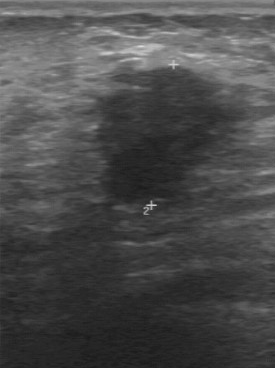
Acquired on GE Logiq 7 @10-14MHz. Modality: B-mode breast ultrasound.
B-mode breast ultrasound findings:
- biopsy result: invasive ductal carcinoma
- calcifications: absent
- lesion margin: irregular
- lesion boundary: unclear
- internal echoes: hypoechoic
- outcome on biopsy or follow-up: malignant